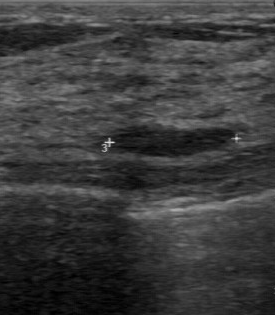
Breast ultrasound.
BI-RADS 2 in the original read. A second, independent read describes the finding as follows. Margin: regular. There are no calcifications. Echo pattern: hypoechoic. Its boundary is clear. Biopsy showed intraductal papilloma, a benign finding.